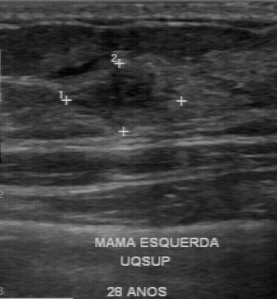
Breast ultrasound.
Original BI-RADS: 4. Biopsy or follow-up result: benign. BI-RADS on independent re-read: 4A. Margin: partially regular. Calcifications: none. Boundary: somewhat unclear. Internal echoes: hypoechoic.
OUTCOME ON BIOPSY OR FOLLOW-UP: benign.